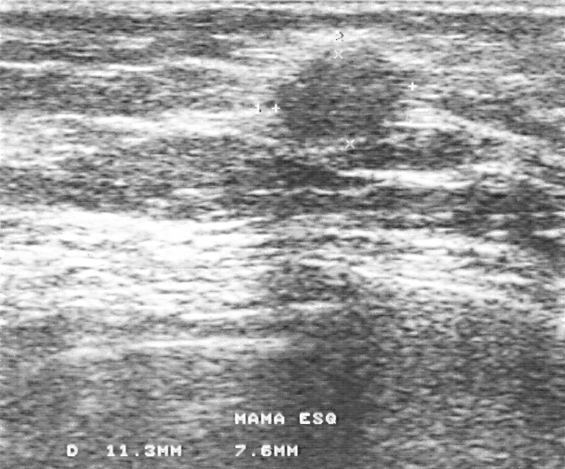
Modality: breast ultrasound scan.
The finding is benign on biopsy or follow-up. Assigned BI-RADS 4. Histopathology: fat necrosis.